Imaging: breast ultrasound image.
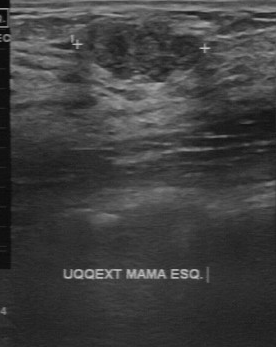
BI-RADS 3 in the original read. A second reader, independent of the original assessment, describes a heterogeneous breast lesion with a partially regular margin; the boundary is fairly clear. Pathology confirmed benign cyst.